Imaging: breast ultrasound.
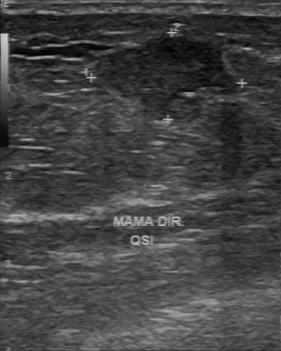
This breast ultrasound shows a finding, malignant on biopsy or follow-up. BI-RADS 4.